Scanner: GE Logiq 7 @10-14MHz. Modality: breast sonogram.
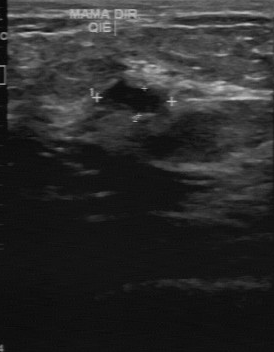
FINDINGS: Boundary: fairly clear. Calcifications: absent. Echogenicity: hypoechoic. Biopsy result: cyst. Lesion margin: partially regular.
OUTCOME ON BIOPSY OR FOLLOW-UP: benign.